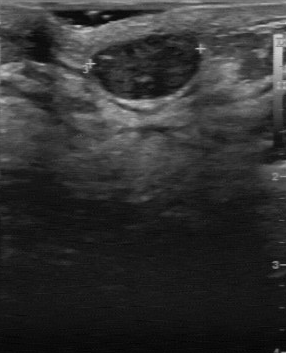
Imaging: B-mode breast ultrasound.
The breast lesion is benign on biopsy or follow-up.